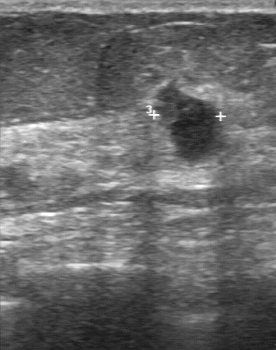
Breast ultrasound image.
Contour: partially regular. Lesion boundary is fairly clear. Calcifications are absent. Internal echoes are hypoechoic. Biopsy result: invasive ductal carcinoma.